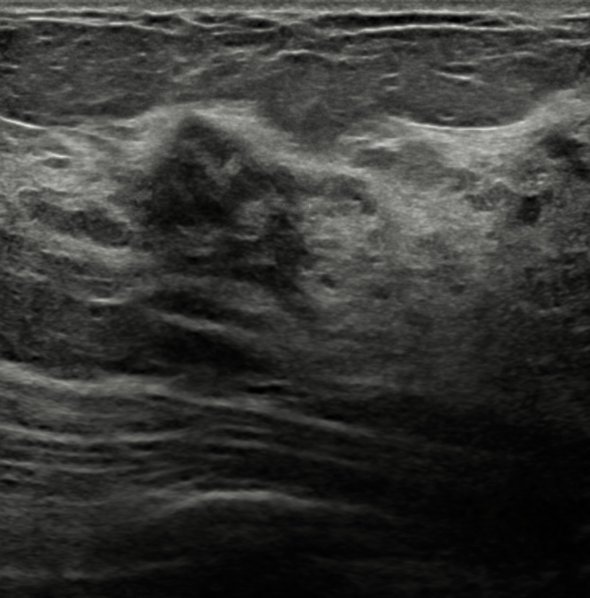
Imaging: breast sonogram.
Echogenicity is heterogeneous. Verification is confirmed by biopsy. Radiologic interpretation is Suspicion of malignancy; Dysplasia. BI-RADS assessment: 4C. There is no echogenic halo. Calcifications: absent. There are no posterior features. Skin thickening: none. Confirmed outcome (biopsy or follow-up): benign. Borders are not circumscribed - angular and indistinct. The biopsy result is Benign mammary dysplasia.